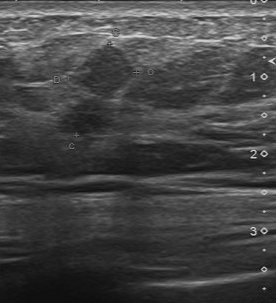
Imaging: breast ultrasound scan. Acquired on Toshiba Aplio 300 @12-14 MHz.
(coordinates in a 276x303 pixel frame) The finding occupies approximately 61 45 133 133.